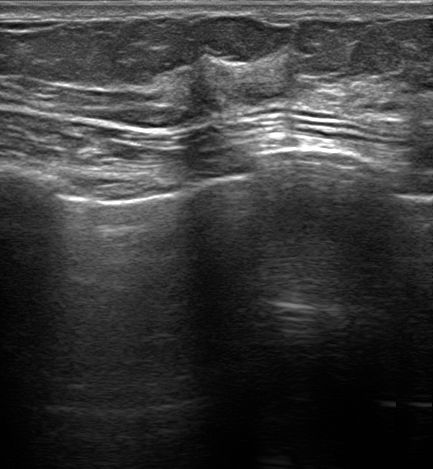
Breast sonogram. Age 65.
Coordinates are pixels in the 433x469 image. The finding is located within the bounding box [180, 72, 224, 125]. The finding is malignant on biopsy or follow-up. BI-RADS 4C.